B-mode breast ultrasound. Scanner: GE Logiq 7 @10-14MHz.
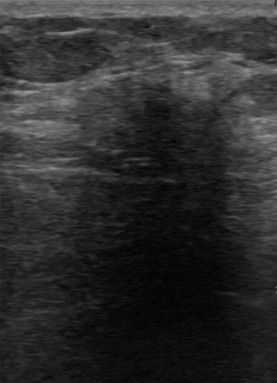
Pixel coordinates (x1, y1, x2, y2): Lesion bounding box: 70 75 232 182. The lesion is malignant on biopsy or follow-up.